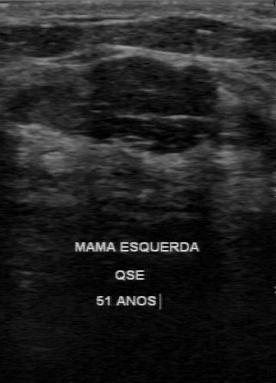
Breast ultrasound scan. Acquired on GE Logiq 7 @10-14MHz.
The breast lesion demonstrates BI-RADS assessment: 2, outcome on biopsy or follow-up: benign.